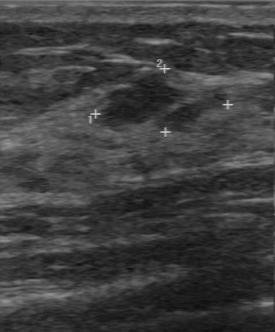
Breast ultrasound image.
Original-read BI-RADS category: 3. On a second, independent read, a lesion with a regular margin and a somewhat unclear boundary is seen; it is hypoechoic. The biopsy result was fibroadenoma; the lesion is benign.